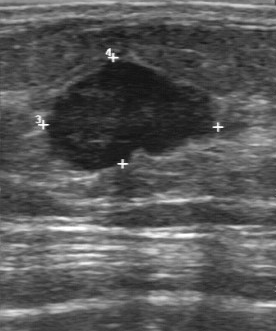
Imaging: breast ultrasound scan. Scanner: GE Logiq 7 @10-14MHz.
BI-RADS assessment is 4. Outcome on biopsy or follow-up is malignant.